Modality: breast ultrasound scan.
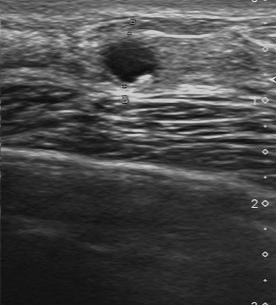
Calcifications: suspected. Internal echoes: hypoechoic. Contour is regular. Lesion boundary is clear. Histopathology: apocrine metaplasia. The confirmed outcome (biopsy or follow-up) is benign.